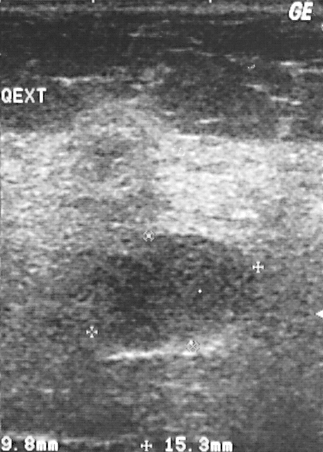
Acquired on GE Logiq 5 @10-12MHz. Imaging: B-mode breast ultrasound.
Breast lesion: benign on biopsy or follow-up.